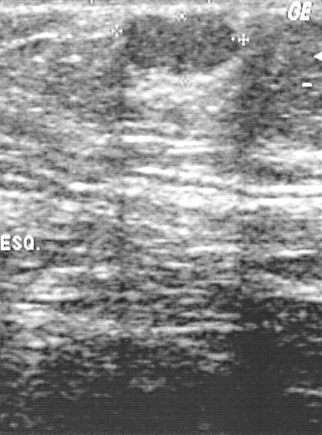
Imaging: breast ultrasound.
The finding is benign on biopsy or follow-up. (BI-RADS category 2.)